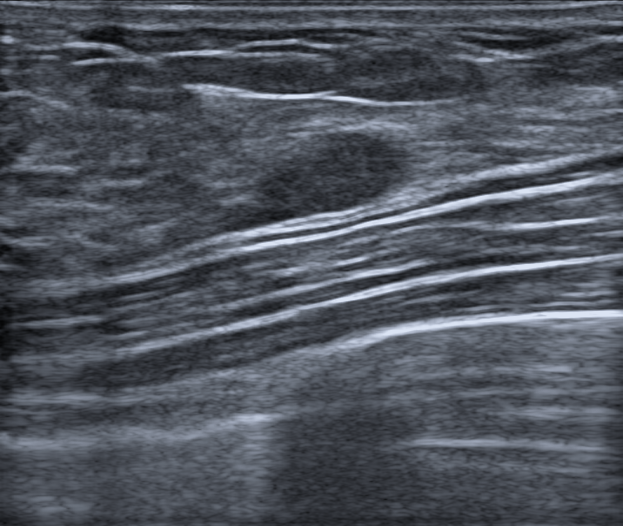
B-mode breast ultrasound.
Biopsy or follow-up result: benign.